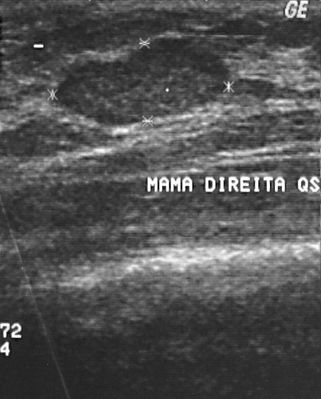
Breast ultrasound scan.
A lesion is present on this breast ultrasound scan. BI-RADS category 2. Histopathology: fibroadenoma (benign).